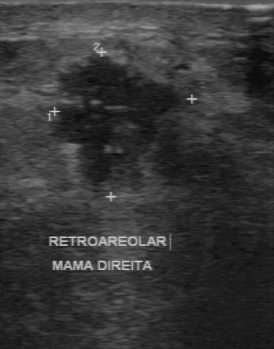
Modality: breast ultrasound scan.
The lesion was assessed as BI-RADS 5 by the original reader. Findings on the second read (an independent reader): a heterogeneous lesion, margin irregular, boundary unclear. Calcifications: multiple clustered microcalcifications. Biopsy showed invasive ductal carcinoma, a malignant finding.